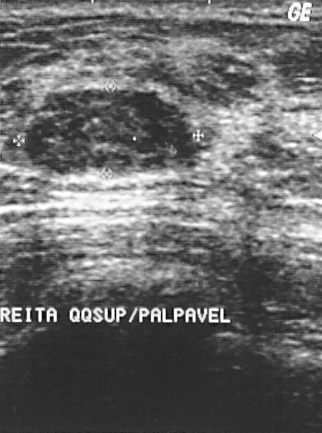
Imaging: breast US.
Biopsy showed fibroadenoma, a benign finding. BI-RADS assessment: 2. Outcome on biopsy or follow-up: benign.